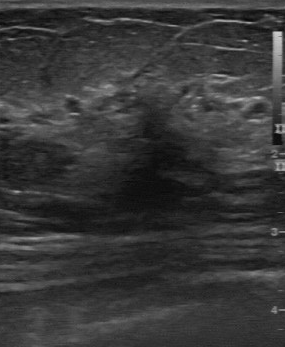
Acquired on GE Logiq 7 @10-14MHz. Imaging: breast sonogram.
Pixel coordinates (x1, y1, x2, y2): The finding occupies approximately x1=71, y1=77, x2=222, y2=181.